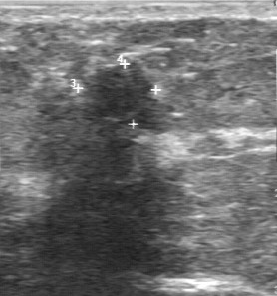
Modality: breast ultrasound.
Pixel coordinates (x1, y1, x2, y2): The finding is located within the bounding box 90 64 150 118. The finding is benign on biopsy or follow-up.